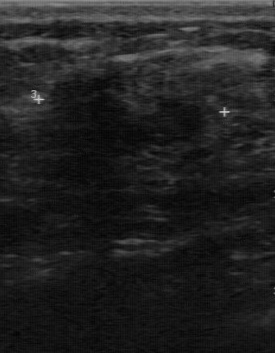
Breast sonogram. Scanner: GE Logiq 7 @10-14MHz.
The breast lesion is benign on biopsy or follow-up. (BI-RADS category 3.)